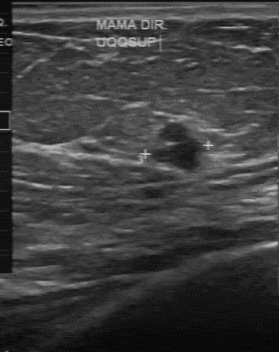
Scanner: GE Logiq 7 @10-14MHz. Imaging: breast US.
Finding: lesion, benign on biopsy or follow-up. (BI-RADS category 2.)